35-year-old patient. Imaging: breast ultrasound.
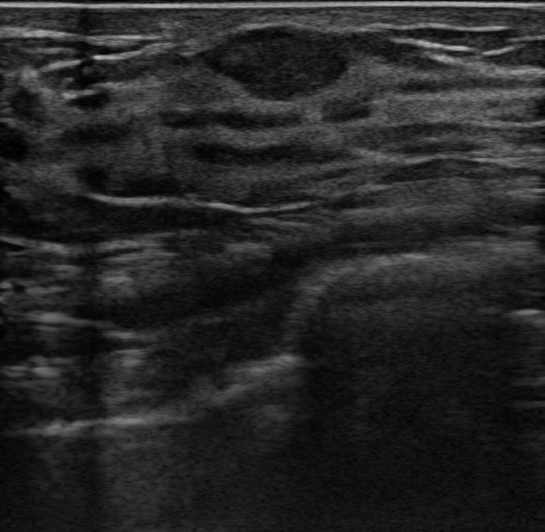
Mass: benign on biopsy or follow-up.